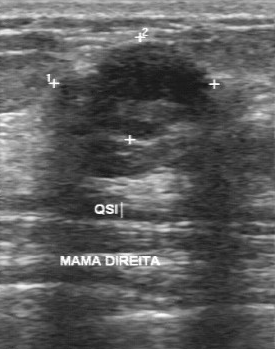
Imaging: breast ultrasound.
The finding was assessed as BI-RADS 3 by the original reader. Descriptors from an independent second read (not the reader who assigned the category): Echo pattern: heterogeneous. The margin is partially regular. No calcifications are seen. The lesion boundary is somewhat unclear. Biopsy showed fibroadenoma, a benign finding.